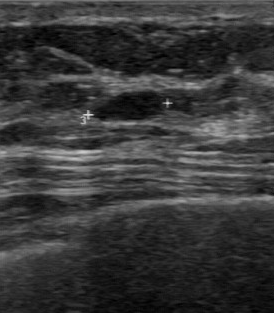
Breast sonogram.
The biopsy or follow-up result is benign. BI-RADS category: 2. The pathology is fibroadenoma.